Modality: breast ultrasound.
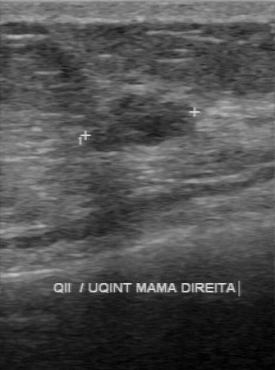
The BI-RADS is 4.